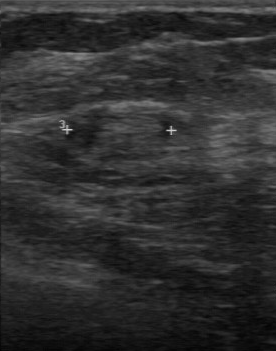
Imaging: breast ultrasound image.
The breast lesion occupies approximately x1=61, y1=107, x2=174, y2=159.